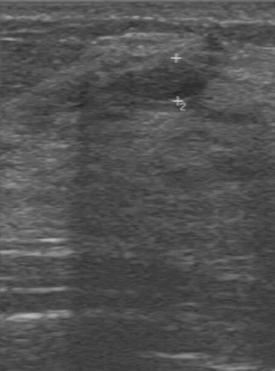
Acquired on GE Logiq 7 @10-14MHz. Imaging: breast sonogram.
This breast sonogram shows a lesion, benign on biopsy or follow-up. BI-RADS 2.